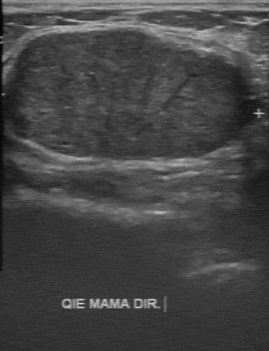
Modality: breast sonogram.
Biopsy or follow-up result: benign.